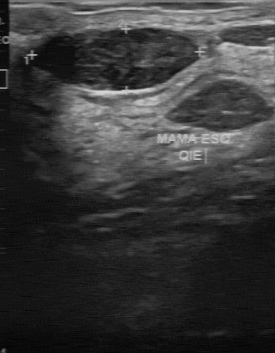
Breast ultrasound image.
This breast ultrasound image shows a breast lesion with original BI-RADS: 2, confirmed outcome (biopsy or follow-up): benign, BI-RADS on independent re-read: 3, biopsy result: fibroadenoma.